Modality: breast ultrasound.
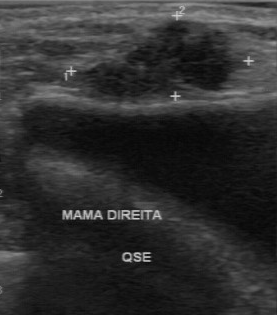
This breast ultrasound shows a lesion with outcome on biopsy or follow-up: malignant, BI-RADS: 4, histopathology: invasive ductal carcinoma.